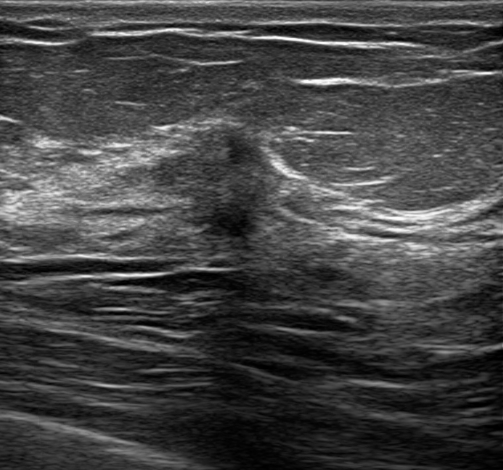
B-mode breast ultrasound.
FINDINGS: Outcome on biopsy or follow-up: malignant. Shape: irregular. Echogenicity: heterogeneous. Echogenic halo: none. Skin thickening: none. BI-RADS assessment: 4C. Calcifications: absent. Radiologic interpretation: Suspicion of malignancy; Fibroadenoma; Intraductal papilloma. Lesion margin: not circumscribed - indistinct. Posterior features: none.
OUTCOME ON BIOPSY OR FOLLOW-UP: malignant.